Modality: breast sonogram. Scanner: GE Logiq 7 @10-14MHz.
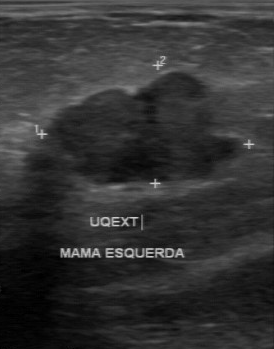
BI-RADS 4 in the original read. Descriptors from an independent second read (not the reader who assigned the category): Boundary: somewhat unclear. Echo pattern: hypoechoic. Margin: partially regular. Calcifications: none. Histopathology: intraductal papilloma (benign).